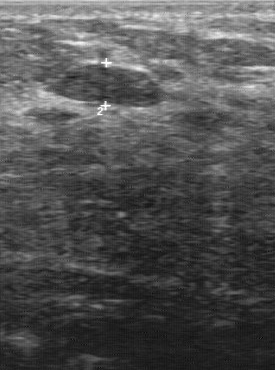
Imaging: breast ultrasound.
(coordinates in a 275x370 pixel frame) The lesion is located within the bounding box 47 63 166 108. The lesion is benign on biopsy or follow-up.